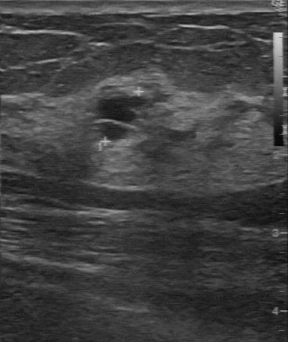
Modality: breast ultrasound image.
The finding was assessed as BI-RADS 2 by the original reader. Findings on the second read (an independent reader): a slightly hypoechoic finding, margin partially regular, boundary fairly clear. No calcifications are seen. Histopathology: cyst (benign).